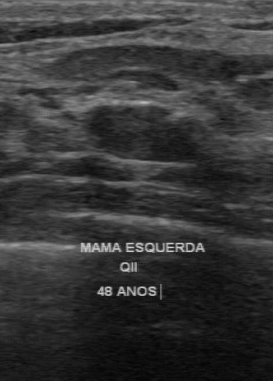
Scanner: GE Logiq 7 @10-14MHz. Modality: breast sonogram.
The lesion was assessed as BI-RADS 3 by the original reader. On a second read by an independent reader: The lesion has a regular margin. Its boundary is clear. The lesion is hypoechoic. No calcifications are seen. The biopsy result was fibroadenoma; the lesion is benign.